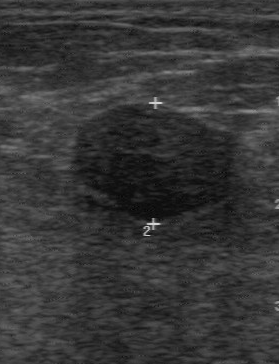
Imaging: breast US.
Segment the mass: bounding box (75,102)-(234,220). The mass is benign on biopsy or follow-up.